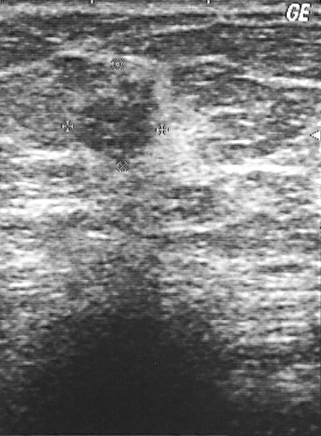
Modality: breast sonogram.
Biopsy or follow-up result is malignant. BI-RADS category is 4.